Breast ultrasound image. Acquired on GE Logiq 5 @10-12MHz.
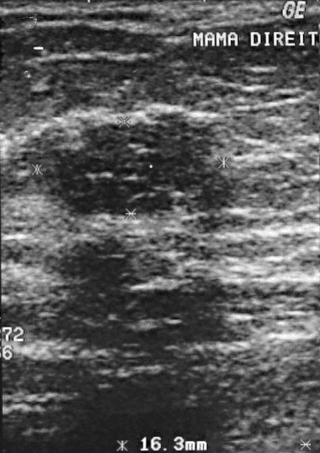
This breast ultrasound image shows a lesion, benign on biopsy or follow-up.